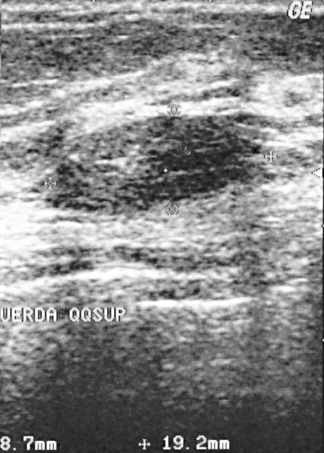
Breast ultrasound scan.
The finding is benign on biopsy or follow-up. BI-RADS 2.